Modality: breast ultrasound image.
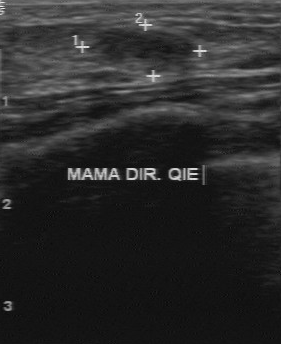
(coordinates in a 281x344 pixel frame) Segment the breast lesion: bounding box 91 28 194 73. The breast lesion is benign on biopsy or follow-up.